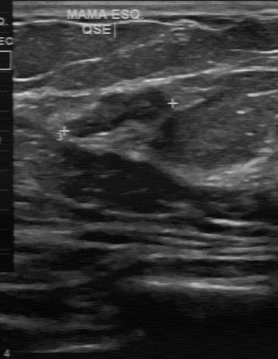
Imaging: breast ultrasound scan. Scanner: GE Logiq 7 @10-14MHz.
Original-read BI-RADS category: 4. A second, independent read describes the finding as follows. Echo pattern: hypoechoic. Calcifications: none. The finding has a partially regular margin. The lesion boundary is fairly clear. Histopathology: fibroadenoma (benign).